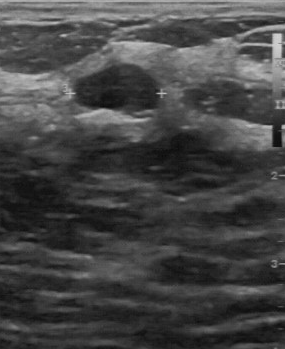
Breast sonogram.
Pixel coordinates (x1, y1, x2, y2): Lesion bounding box: top-left (73, 65), bottom-right (156, 113). The lesion is benign on biopsy or follow-up.